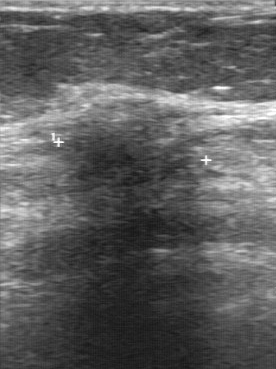
Acquired on GE Logiq 7 @10-14MHz. B-mode breast ultrasound.
Original-read BI-RADS category: 5. On a second read by an independent reader: The margin is irregular. Boundary: unclear. The lesion is slightly hypoechoic. Calcification is suspected. Biopsy showed invasive lobular carcinoma, a malignant finding.